Breast ultrasound scan.
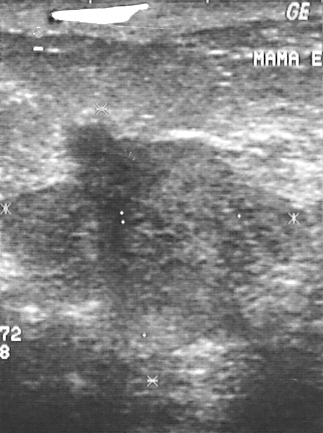
BI-RADS category: 5. Confirmed outcome (biopsy or follow-up) is malignant. Pathology: invasive ductal carcinoma.